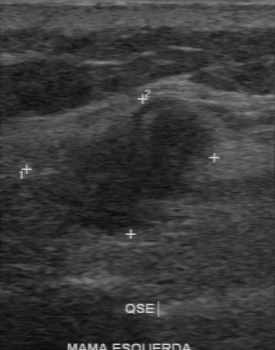
Breast ultrasound image.
Coordinates are pixels in the 275x350 image. Lesion bounding box: top-left (9, 99), bottom-right (218, 239). BI-RADS 4.